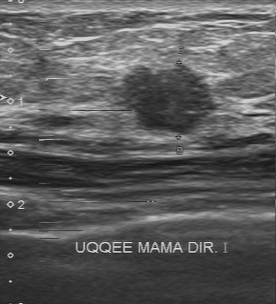
Breast sonogram.
Segment the lesion: bounding box (114,62)-(222,134). The lesion is malignant on biopsy or follow-up. BI-RADS 4.